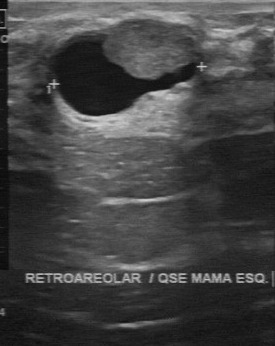
Imaging: B-mode breast ultrasound. Acquired on GE Logiq 7 @10-14MHz.
FINDINGS: Echogenicity: mixed cystic and solid. Calcifications: none. Second-reader BI-RADS: 4A. Boundary: clear.
OUTCOME ON BIOPSY OR FOLLOW-UP: benign.